Imaging: breast US.
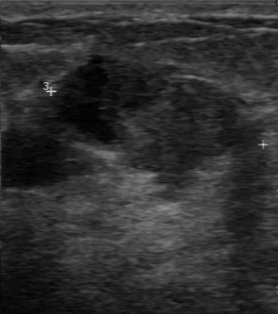
- confirmed outcome (biopsy or follow-up): benign
- BI-RADS assessment: 4